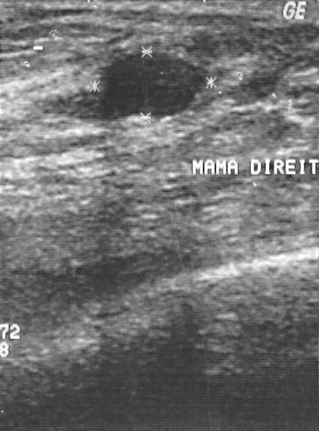
Breast ultrasound.
The BI-RADS is 2. The biopsy result is fibrocystic changes.